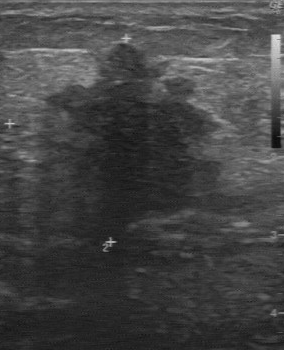
Breast sonogram.
BI-RADS (first reader): 5. The biopsy or follow-up result is malignant. BI-RADS on independent re-read: 4B.